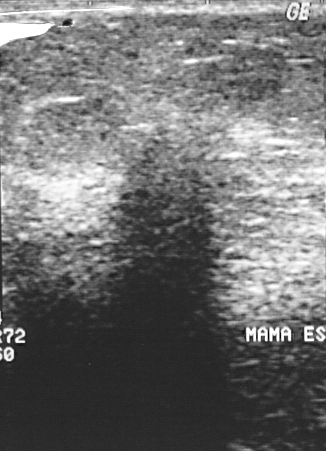
Imaging: breast sonogram.
This finding proved malignant on biopsy or follow-up.
Assigned BI-RADS 4.
The biopsy result was invasive ductal carcinoma.